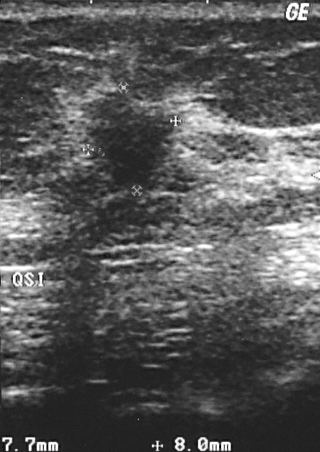
Breast sonogram.
A finding is present on this breast sonogram. It was assessed as BI-RADS 4. Histopathology: invasive ductal carcinoma (malignant).